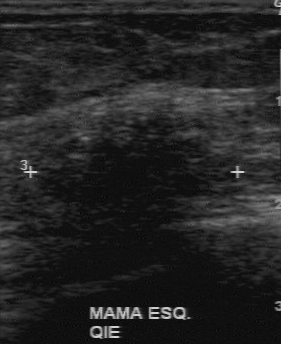
Modality: breast US.
(coordinates in a 281x344 pixel frame) Segment the mass: bounding box 32 112 228 231. The mass is malignant on biopsy or follow-up. BI-RADS 4.